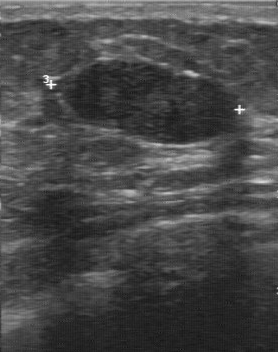
Acquired on GE Logiq 7 @10-14MHz. Breast ultrasound.
Boundary: clear. Outcome on biopsy or follow-up: benign. Biopsy result: fibroadenoma. The contour is regular. Internal echoes: hypoechoic. Calcifications are absent.